Imaging: breast ultrasound scan.
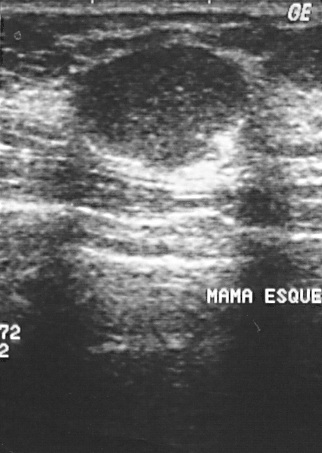
BI-RADS category 2.
The biopsy result was invasive ductal carcinoma; the mass is malignant.
Outcome on biopsy or follow-up: malignant.